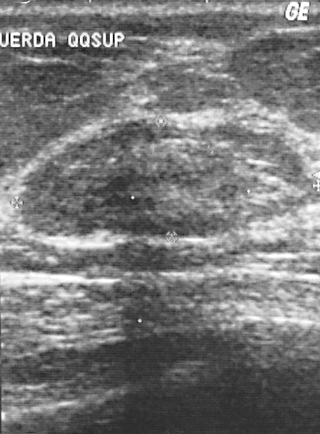
Scanner: GE Logiq 5 @10-12MHz. Breast ultrasound scan.
The BI-RADS category is 2. Confirmed outcome (biopsy or follow-up): benign.